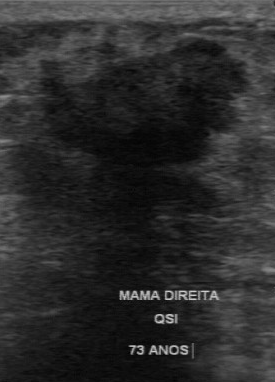
Imaging: breast ultrasound.
(coordinates in a 275x382 pixel frame) The lesion is located within the bounding box [38, 40, 251, 168].